Imaging: breast ultrasound scan.
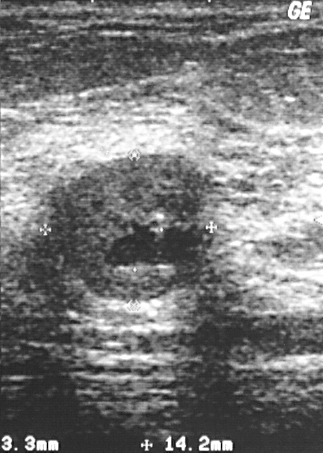
Coordinates are pixels in the 323x453 image. Mass bounding box: x1=51, y1=155, x2=210, y2=300.